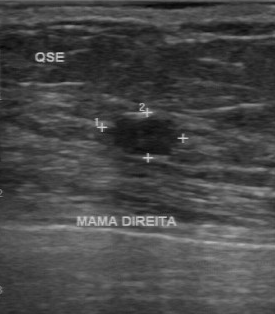
Breast ultrasound image.
BI-RADS assessment: 3.